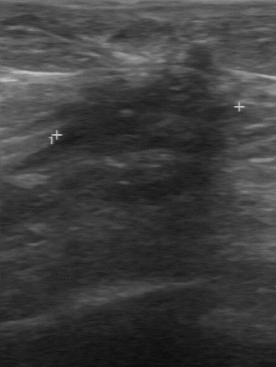
Modality: breast US.
Breast US findings:
- BI-RADS category: 4
- biopsy result: fibrocystic changes